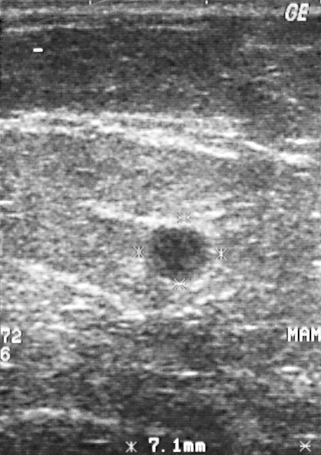
Imaging: breast ultrasound image.
A finding is present on this breast ultrasound image. BI-RADS category 2. The biopsy result was cyst; the finding is benign.